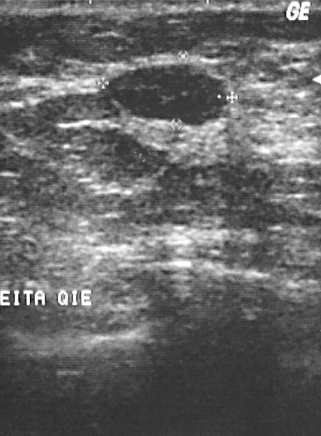
Modality: breast ultrasound.
Coordinates are pixels in the 321x436 image. The lesion is located within the bounding box [109, 67, 227, 123]. The lesion is benign on biopsy or follow-up.